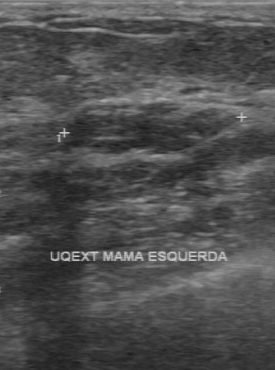
Imaging: breast US. Acquired on GE Logiq 7 @10-14MHz.
Segment the lesion: bounding box top-left (65, 103), bottom-right (237, 155). The lesion is benign on biopsy or follow-up.